Imaging: breast US.
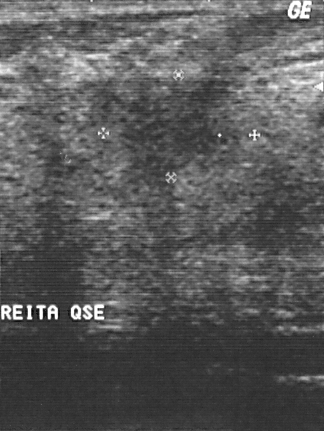
Lesion: malignant on biopsy or follow-up.